Imaging: breast sonogram.
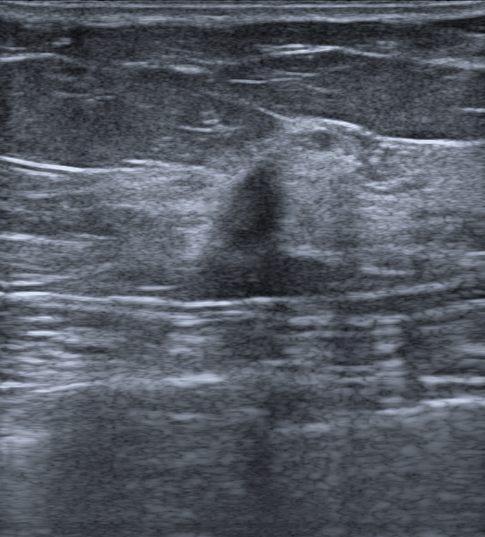
This breast sonogram shows a lesion, malignant on biopsy or follow-up.